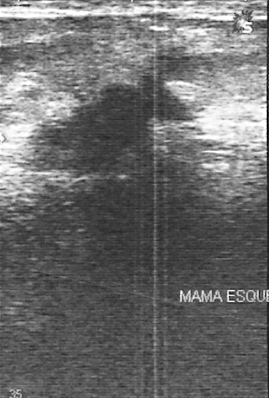
B-mode breast ultrasound.
The mass is assessed as BI-RADS 4.
Pathology confirmed invasive ductal carcinoma.
The mass is malignant on biopsy or follow-up.